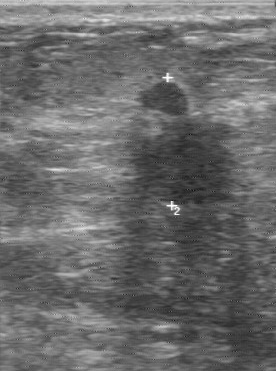
Modality: breast ultrasound.
FINDINGS: Breast ultrasound. BI-RADS on independent re-read: 4C. Echo pattern: hypoechoic. BI-RADS (first reader): 4.
OUTCOME ON BIOPSY OR FOLLOW-UP: malignant.